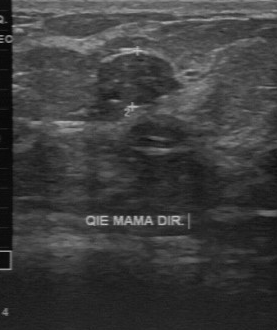
Scanner: GE Logiq 7 @10-14MHz. Imaging: breast ultrasound scan.
FINDINGS: Calcifications: suspected. Boundary: fairly clear. Echogenicity: slightly hypoechoic. Contour: partially regular.
OUTCOME ON BIOPSY OR FOLLOW-UP: benign.